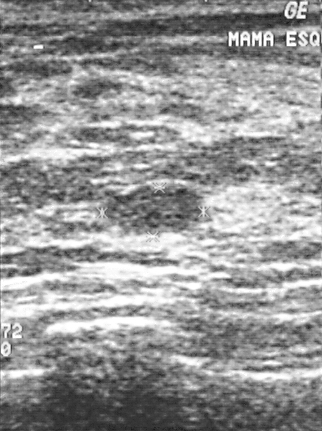
Breast ultrasound image.
Biopsy or follow-up result: benign.